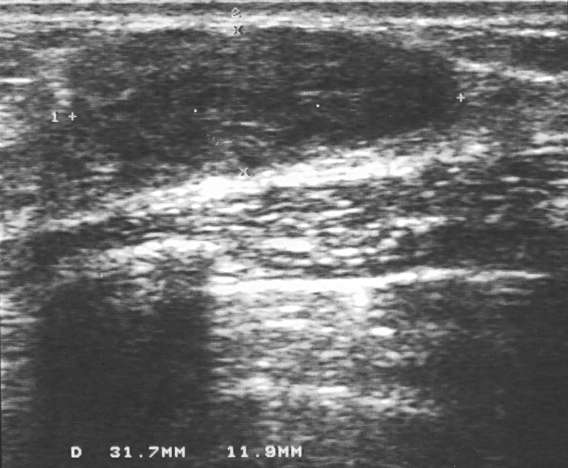
Imaging: B-mode breast ultrasound.
The lesion demonstrates confirmed outcome (biopsy or follow-up): benign, BI-RADS assessment: 3.